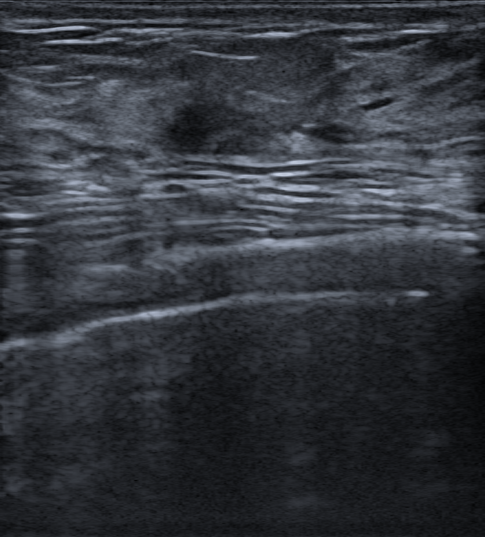
Breast sonogram. Background echotexture is heterogeneous: predominantly fat.
BI-RADS assessment: 4B. Radiologist's impression: Suspicion of malignancy; Mastitis. Biopsy result: Ductal carcinoma in situ (DCIS); Invasive carcinoma of no special type (NST). It has an irregular shape. The finding has indistinct margins. Its echo pattern is hypoechoic. Posterior features: none. An echogenic halo is present. Calcifications: none. No skin thickening is seen.